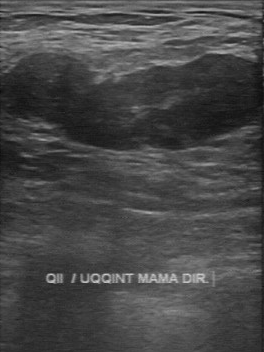
Breast ultrasound scan.
The finding demonstrates fairly clear boundary, calcifications: absent, hypoechoic echo pattern, partially regular margin.